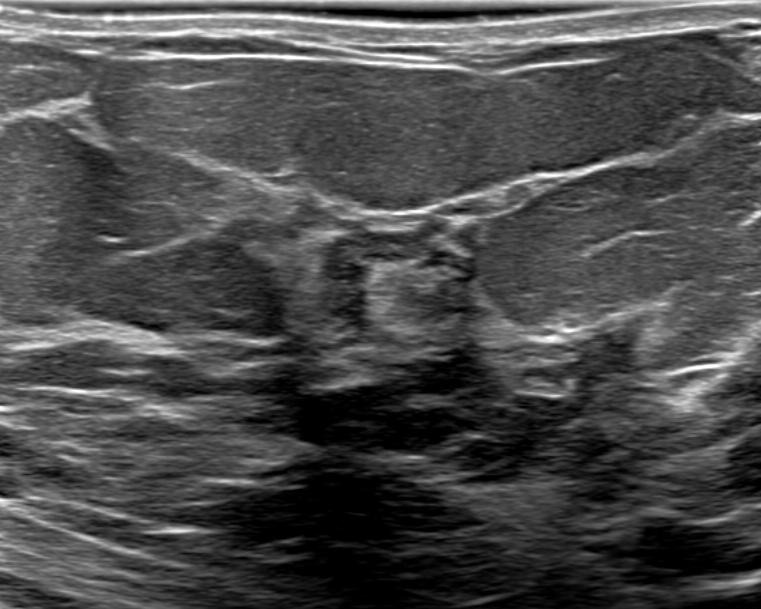
Imaging: breast sonogram.
FINDINGS: Breast sonogram. Biopsy or follow-up result: benign. Verification: confirmed by biopsy. Echo pattern: heterogeneous. Skin thickening: none. Calcifications: absent. BI-RADS category: 4C. Posterior acoustic features: none. Echogenic halo: none. Shape: irregular. Borders: not circumscribed - indistinct. Histopathology: Benign mammary dysplasia.
OUTCOME ON BIOPSY OR FOLLOW-UP: benign.